Modality: breast ultrasound.
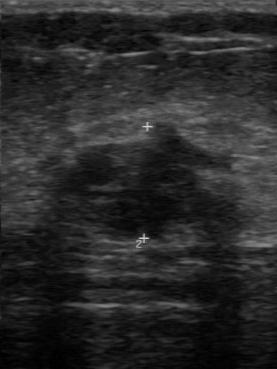
The lesion is malignant on biopsy or follow-up. (BI-RADS category 4.)